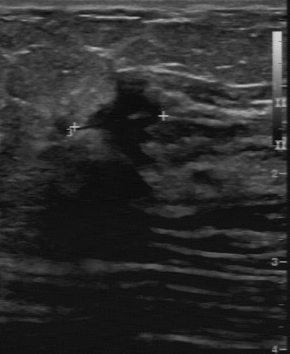
Imaging: breast ultrasound scan.
Outcome on biopsy or follow-up: malignant.